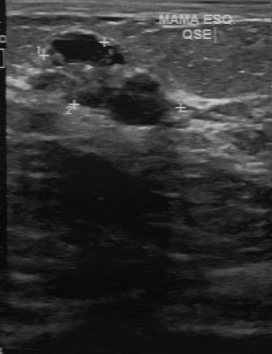
Scanner: GE Logiq 7 @10-14MHz. Breast US.
BI-RADS 4 in the original read; on a second read the margin is irregular, the boundary unclear and the finding mixed cystic and solid. Calcification is suspected. Histopathology: fibroadenoma (benign).